Modality: breast US.
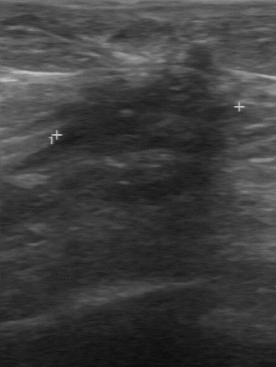
No calcifications are seen. Boundary: unclear. The biopsy result is fibrocystic changes. Outcome on biopsy or follow-up: benign. Echogenicity: hypoechoic. The lesion margin is irregular.